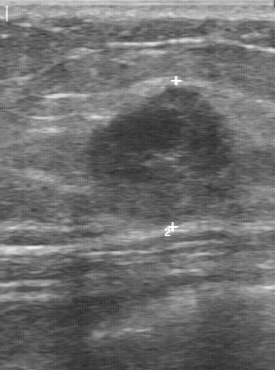
Modality: breast ultrasound scan.
Original BI-RADS is 4. Contour: regular. Biopsy or follow-up result is malignant. The BI-RADS on independent re-read is 3. There are no calcifications. Echo pattern: mixed cystic and solid.